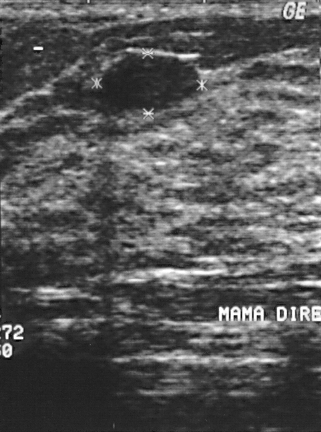
Modality: breast ultrasound.
Biopsy or follow-up result: benign.